Modality: B-mode breast ultrasound.
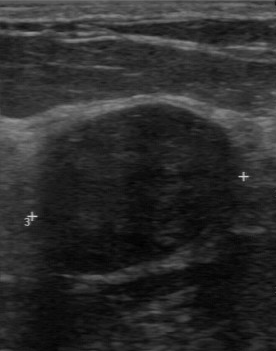
This B-mode breast ultrasound shows a breast lesion with BI-RADS assessment: 3.